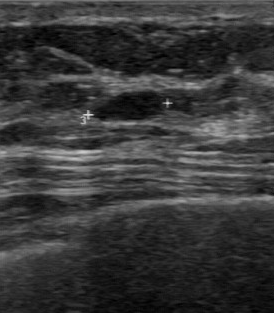
Breast ultrasound.
BI-RADS 2 in the original read. Descriptors from an independent second read (not the reader who assigned the category): Margin: regular. Boundary: clear. There are no calcifications. The mass is hypoechoic. Histopathology: fibroadenoma (benign).